Modality: breast ultrasound scan.
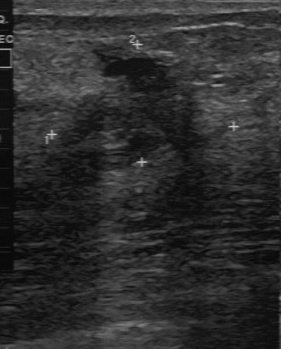
Biopsy or follow-up result: benign. BI-RADS 4.